Scanner: GE Logiq 5 @10-12MHz. Breast ultrasound image.
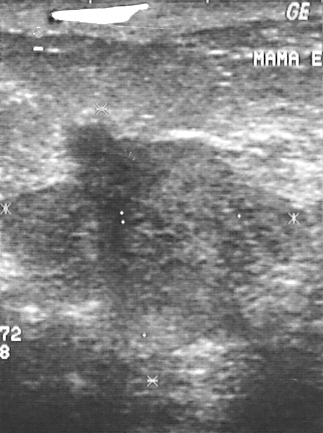
A finding is present on this breast ultrasound image. It was assessed as BI-RADS 5. Biopsy showed invasive ductal carcinoma, a malignant finding.